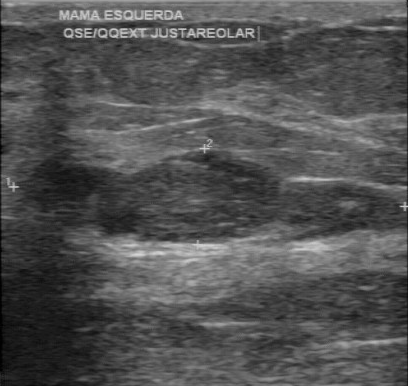
Breast US.
The lesion was assessed as BI-RADS 3 by the original reader. A second reader, independent of the original assessment, describes a hypoechoic lesion with a regular margin; the boundary is clear. No calcifications are seen. Pathology confirmed benign fibroadenoma.